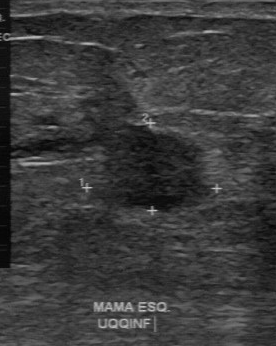
Breast ultrasound image.
The mass was categorized BI-RADS 4 in the original read. A second reader, independent of the original assessment, describes a slightly hypoechoic mass with a regular margin; the boundary is fairly clear. Biopsy showed invasive ductal carcinoma, a malignant finding.